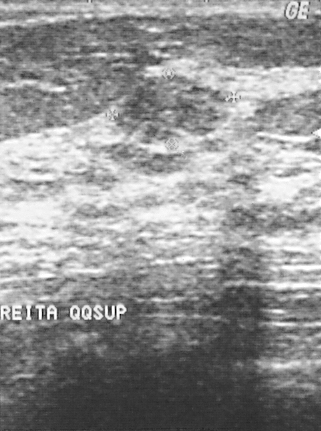
Modality: breast sonogram.
Breast sonogram findings:
- pathology: fibroadenoma
- BI-RADS category: 2